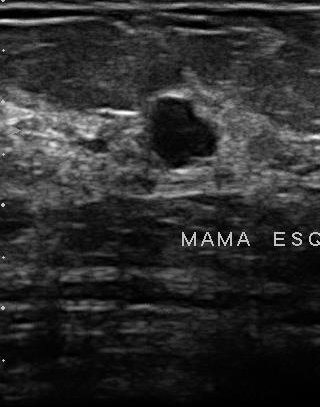
Imaging: breast sonogram.
Lesion characteristics:
- BI-RADS category: 2
- pathology: cyst
- biopsy or follow-up result: benign